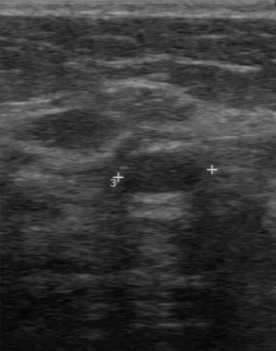
Acquired on GE Logiq 7 @10-14MHz. B-mode breast ultrasound.
There are no calcifications. Boundary is clear. Confirmed outcome (biopsy or follow-up): benign. The echogenicity is hypoechoic. The margin is regular.